Imaging: breast ultrasound. Scanner: GE Logiq 5 @10-12MHz.
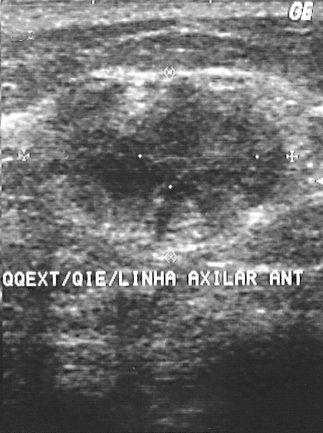
A finding is present on this breast ultrasound. It was assessed as BI-RADS 4. Pathology confirmed malignant invasive ductal carcinoma.